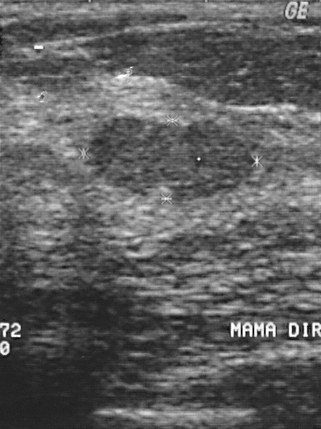
Breast sonogram.
The finding is benign on biopsy or follow-up. (BI-RADS category 2.)